Breast ultrasound scan.
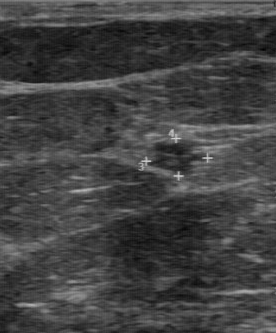
The lesion demonstrates somewhat unclear boundary, calcifications: none, partially regular margin, slightly hypoechoic echo pattern.